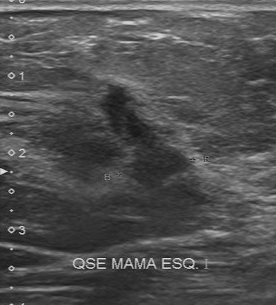
Scanner: Toshiba Aplio 300 @12-14 MHz. Imaging: B-mode breast ultrasound.
Biopsy or follow-up result: malignant.